Acquired on GE Logiq 7 @10-14MHz. Imaging: breast ultrasound scan.
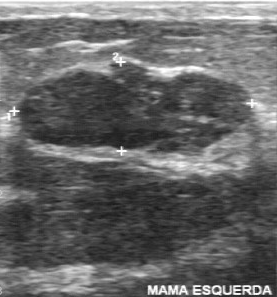
Mass: benign on biopsy or follow-up.